Breast US.
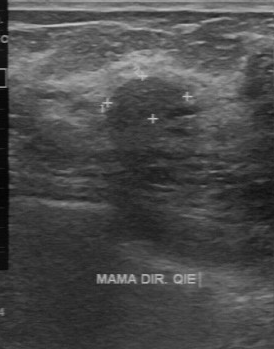
BI-RADS 3 in the original read. A second, independent read describes the lesion as follows. The lesion has a regular margin. The lesion boundary is fairly clear. There are no calcifications. Echo pattern: slightly hypoechoic. The biopsy result was cyst; the lesion is benign.